Acquired on GE Logiq 7 @10-14MHz. Imaging: breast ultrasound.
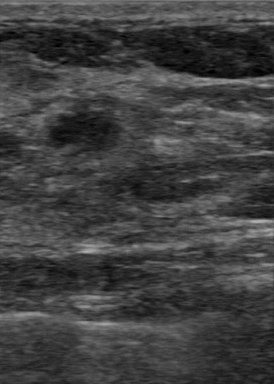
This breast ultrasound shows a mass with confirmed outcome (biopsy or follow-up): benign, calcifications: none, regular lesion margin, second-reader BI-RADS: 3, clear boundary, hypoechoic internal echoes.